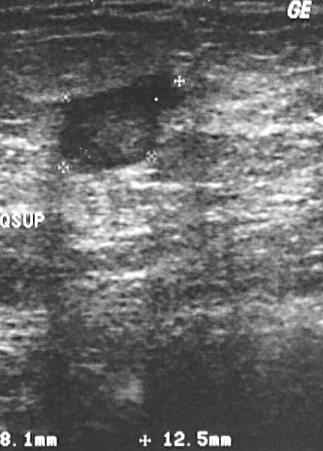
Modality: breast sonogram.
FINDINGS: Histopathology: invasive ductal carcinoma. Confirmed outcome (biopsy or follow-up): malignant. BI-RADS category: 4.
OUTCOME ON BIOPSY OR FOLLOW-UP: malignant.